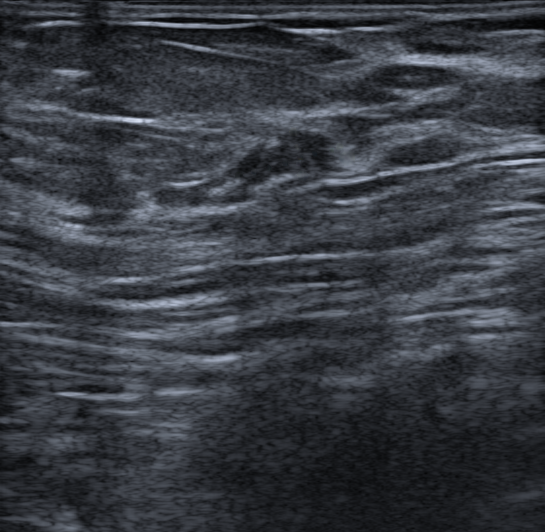
Breast ultrasound.
(coordinates in a 545x532 pixel frame) Lesion bounding box: (236,128)-(335,182).